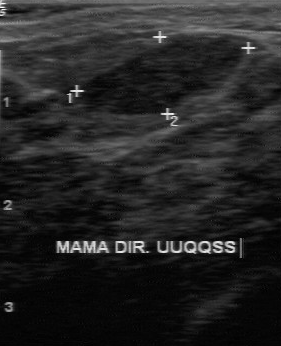
Imaging: breast sonogram.
The original reader assigned BI-RADS 3. On a second read by an independent reader: No calcifications are seen. Internally the finding is hypoechoic. Its boundary is clear. The finding has a regular margin. The biopsy result was fibroadenoma; the finding is benign.